Breast ultrasound. Acquired on GE Logiq 7 @10-14MHz.
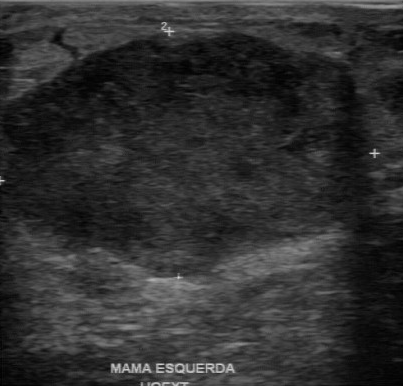
The finding demonstrates pathology: papillary carcinoma, BI-RADS: 5.